Acquired on GE Logiq 7 @10-14MHz. Imaging: B-mode breast ultrasound.
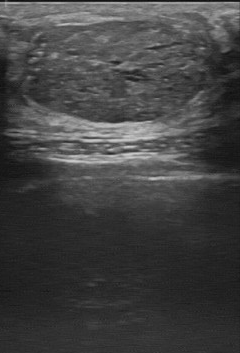
Lesion characteristics:
- boundary: clear
- confirmed outcome (biopsy or follow-up): benign
- lesion margin: regular
- calcifications: multiple calcifications
- internal echoes: slightly hypoechoic